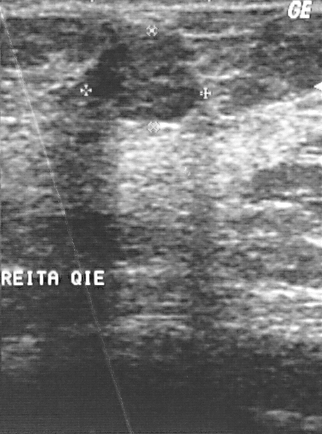
Breast US.
This breast US shows a finding. BI-RADS category 2. Biopsy showed fibroadenoma, a benign finding.